B-mode breast ultrasound. Patient age: 38. Background tissue composition: heterogeneous: predominantly fibroglandular.
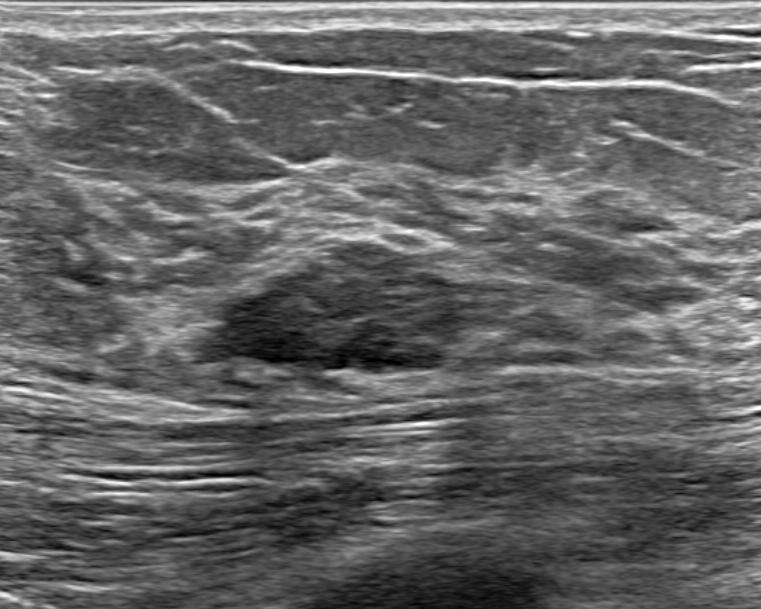
Mass: benign on biopsy or follow-up. (BI-RADS category 4A.)